Breast US.
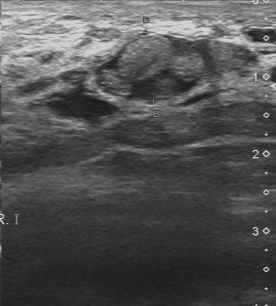
A finding is seen with calcifications: absent, biopsy or follow-up result: benign, fairly clear lesion boundary, partially regular margin, heterogeneous echo pattern.